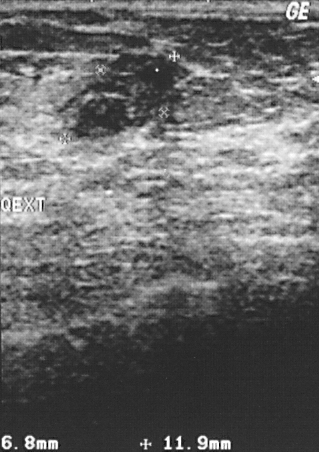
Imaging: B-mode breast ultrasound.
A lesion is seen with BI-RADS assessment: 3, biopsy result: fibroadenoma.